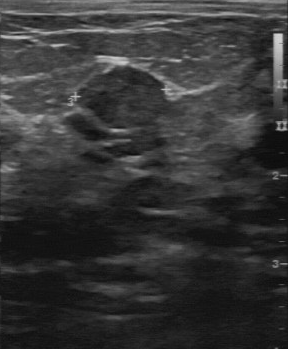
Breast ultrasound.
Lesion region of interest: [74, 66, 176, 130].